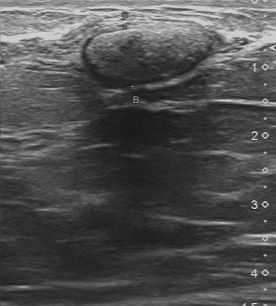
Imaging: breast ultrasound image.
Pixel coordinates (x1, y1, x2, y2): Segment the mass: bounding box (82, 24) to (211, 85).